Imaging: breast ultrasound image. Acquired on GE Logiq 7 @10-14MHz.
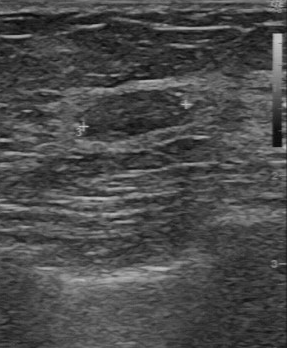
- BI-RADS category: 2
- confirmed outcome (biopsy or follow-up): benign